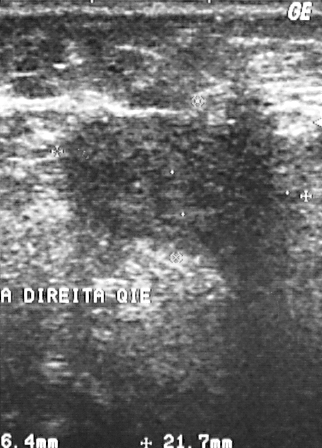
Modality: breast US. Acquired on GE Logiq 5 @10-12MHz.
- BI-RADS assessment: 4